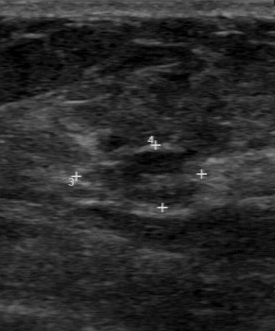
Imaging: breast ultrasound image.
Pixel coordinates (x1, y1, x2, y2): The lesion is located within the bounding box 79 147 205 209.